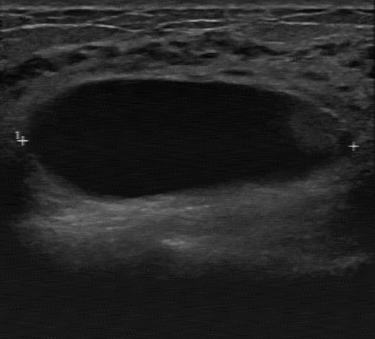
Imaging: breast US.
FINDINGS: Breast US. Biopsy result: intraductal papilloma. Boundary: clear. BI-RADS (second read): 3.
OUTCOME ON BIOPSY OR FOLLOW-UP: benign.